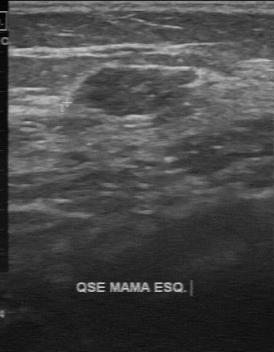
Breast ultrasound image.
BI-RADS 4 in the original read; on a second read the margin is partially regular, the boundary fairly clear and the breast lesion slightly hypoechoic. Biopsy showed fibroadenoma, a benign finding.